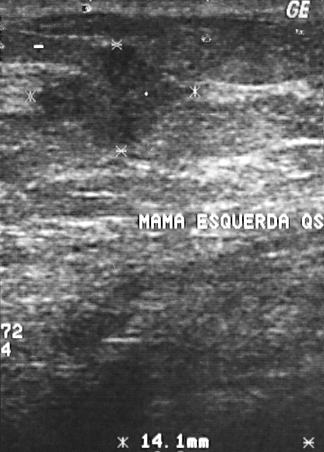
Acquired on GE Logiq 5 @10-12MHz. Imaging: breast ultrasound.
This breast ultrasound shows a breast lesion. BI-RADS category 4. Pathology confirmed malignant invasive ductal carcinoma.